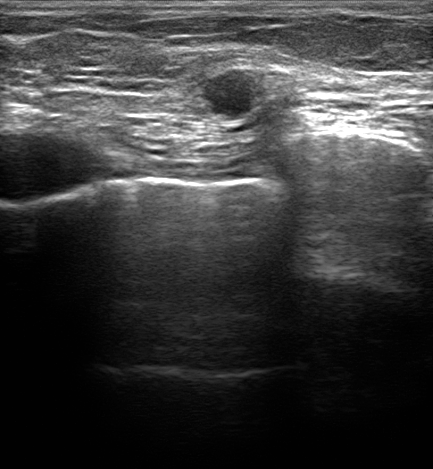
Breast ultrasound scan.
There is an irregular lesion that is hypoechoic, with margins that are not circumscribed (indistinct). There are no posterior features. There is no skin thickening. BI-RADS assessment: 4C; biopsy or follow-up result: malignant.